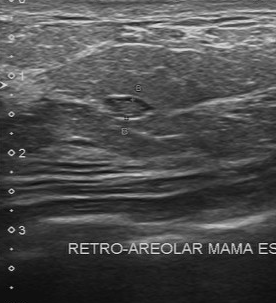
Acquired on Toshiba Aplio 300 @12-14 MHz. Imaging: breast ultrasound.
Second-reader BI-RADS: 3. Lesion boundary is clear. Biopsy or follow-up result: benign. Echo pattern is isoechoic.